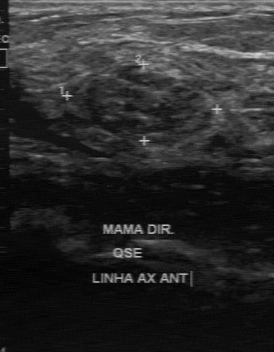
Breast US.
BI-RADS category: 3. Pathology: fibroadenoma. The confirmed outcome (biopsy or follow-up) is benign.